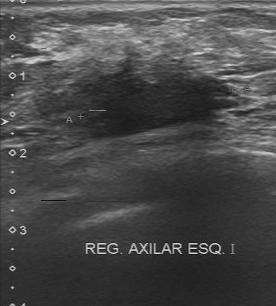
Imaging: breast ultrasound image.
FINDINGS: Boundary: unclear. Internal echoes: hypoechoic. Independent BI-RADS assessment: 4B. Outcome on biopsy or follow-up: malignant. Margin: irregular. Calcifications: none.